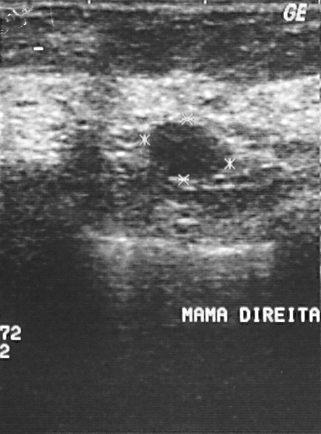
Modality: breast ultrasound.
Outcome on biopsy or follow-up: benign.